B-mode breast ultrasound. Acquired on GE Logiq 7 @10-14MHz.
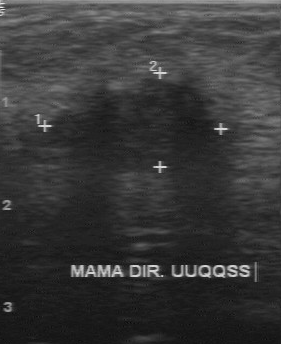
(coordinates in a 281x344 pixel frame) Lesion bounding box: 48 78 222 175.